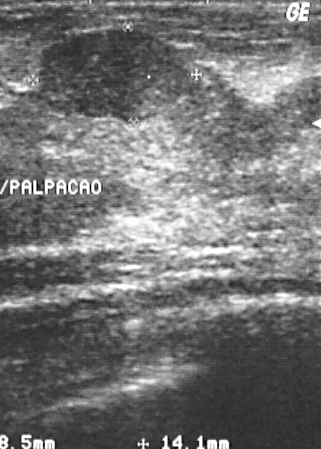
Breast sonogram. Scanner: GE Logiq 5 @10-12MHz.
Pixel coordinates (x1, y1, x2, y2): Lesion region of interest: 38 30 185 124. The lesion is benign on biopsy or follow-up. BI-RADS 2.